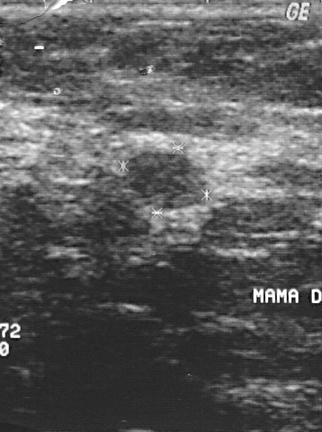
Imaging: breast ultrasound image.
- BI-RADS assessment: 2
- histopathology: fibroadenoma